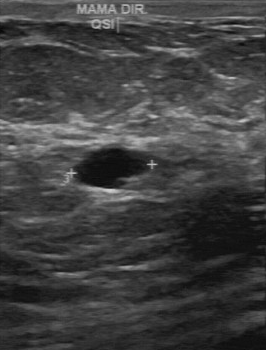
Imaging: breast ultrasound image.
Breast ultrasound image findings:
- calcifications: absent
- independent BI-RADS assessment: 3
- contour: partially regular
- boundary: fairly clear
- echo pattern: anechoic
- biopsy or follow-up result: benign
- original BI-RADS: 2